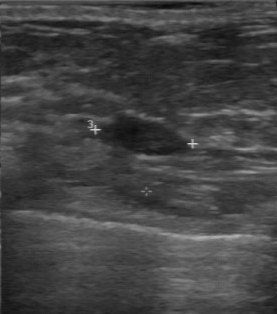
Modality: breast sonogram.
Lesion: benign on biopsy or follow-up.